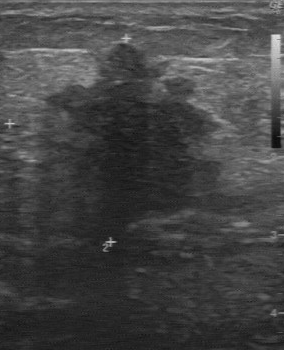
Breast ultrasound image.
The BI-RADS category is 5. Pathology: invasive ductal carcinoma. The confirmed outcome (biopsy or follow-up) is malignant.